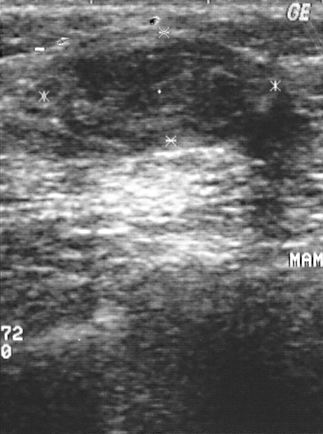
Modality: breast US.
The breast lesion is assessed as BI-RADS 2. This breast lesion proved benign on biopsy or follow-up. Biopsy showed fibroadenoma.